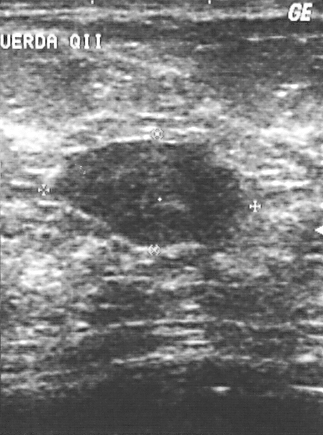
Modality: breast ultrasound scan.
Assigned BI-RADS 3. Pathology confirmed fibroadenoma. The finding is benign on biopsy or follow-up.